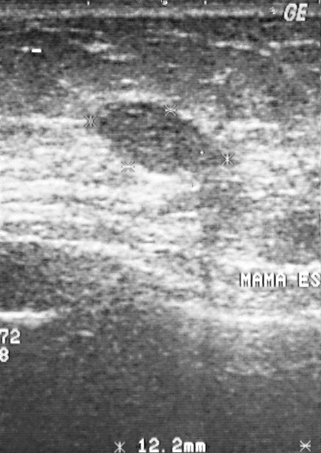
Imaging: B-mode breast ultrasound. Acquired on GE Logiq 5 @10-12MHz.
Pixel coordinates (x1, y1, x2, y2): Segment the finding: bounding box top-left (85, 100), bottom-right (239, 177).